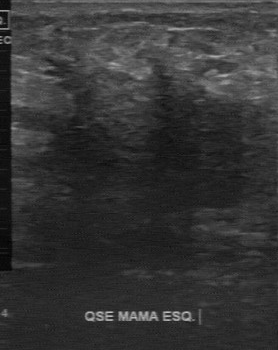
Breast sonogram. Scanner: GE Logiq 7 @10-14MHz.
This breast sonogram shows a breast lesion with calcifications: none, slightly hypoechoic echo pattern, unclear boundary, confirmed outcome (biopsy or follow-up): malignant, irregular margin.